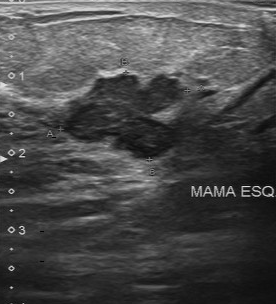
Imaging: breast sonogram.
The mass was categorized BI-RADS 4 in the original read. The following findings are from a second reader, independent of the original assessment. The mass has a partially regular margin. Boundary: fairly clear. Internally the mass is hypoechoic. Calcifications: none. Histopathology: invasive ductal carcinoma (malignant).